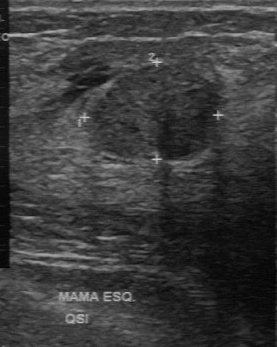
Breast ultrasound image.
- BI-RADS: 3
- pathology: fibroadenoma